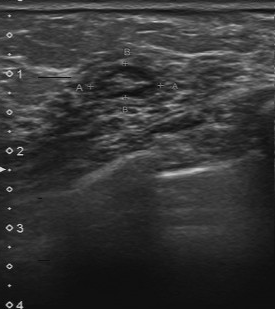
B-mode breast ultrasound.
BI-RADS category: 3. Biopsy or follow-up result is benign.